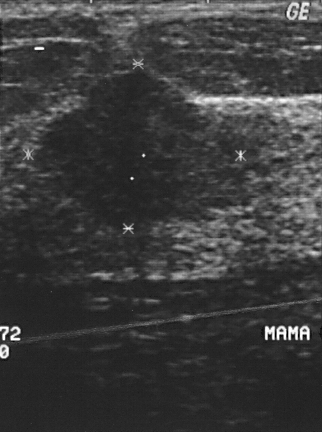
Modality: breast ultrasound scan.
This breast ultrasound scan shows a finding with biopsy or follow-up result: malignant, BI-RADS assessment: 4, biopsy result: invasive ductal carcinoma.